Breast ultrasound image.
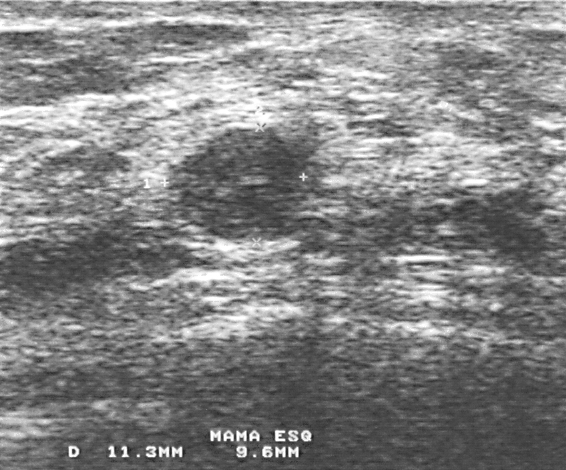
Outcome on biopsy or follow-up: benign. BI-RADS category 4. Histopathology: intraductal papilloma (benign).